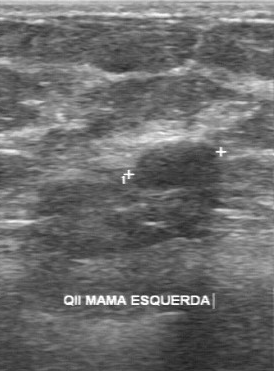
Imaging: breast ultrasound image.
Lesion boundary is fairly clear. The BI-RADS on independent re-read is 3. Echo pattern: slightly hypoechoic. Contour: partially regular.